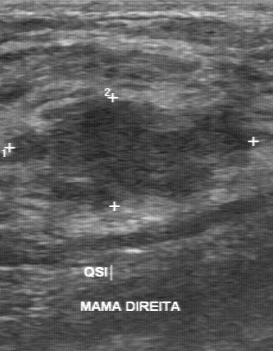
Imaging: breast ultrasound.
The original reader assigned BI-RADS 3.
A second, independent read describes the breast lesion as follows.
The margin is irregular.
Its boundary is unclear.
Internally the breast lesion is slightly hypoechoic.
No calcifications are seen.
Histopathology: fibrocystic changes (benign).